Breast US.
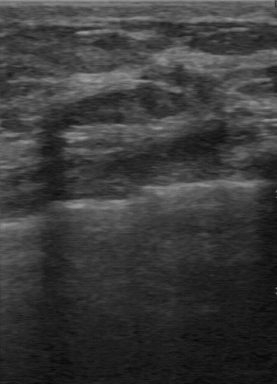
Breast US findings:
- confirmed outcome (biopsy or follow-up): benign
- BI-RADS category: 2